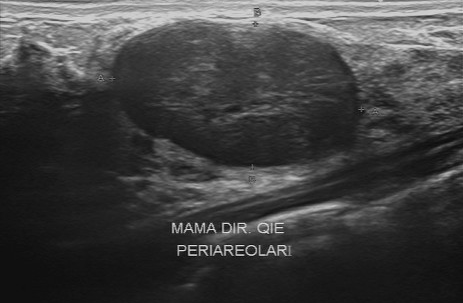
B-mode breast ultrasound.
Lesion boundary: clear. Calcifications: none. Internal echoes: hypoechoic. Contour: regular.